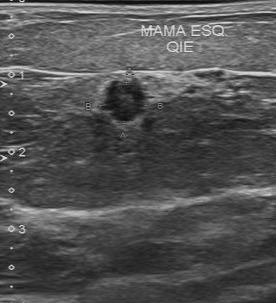
Breast sonogram.
BI-RADS 4 in the original read. Descriptors from an independent second read (not the reader who assigned the category): The margin is regular. Its boundary is clear. Internally the finding is hypoechoic. Calcifications: none. Histopathology: invasive ductal carcinoma (malignant).